Modality: breast sonogram.
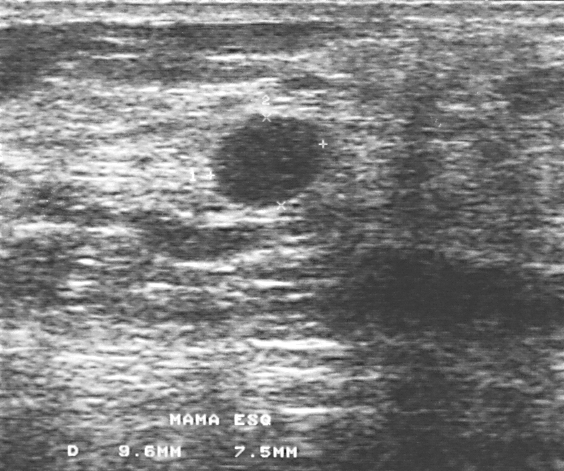
This breast sonogram shows a breast lesion. Assessment: BI-RADS 3. Histopathology: fibrocystic changes (benign).